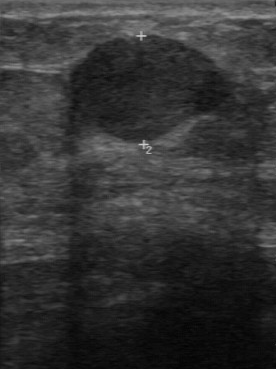
Imaging: breast ultrasound. Acquired on GE Logiq 7 @10-14MHz.
The confirmed outcome (biopsy or follow-up) is malignant. BI-RADS on independent re-read is 3.